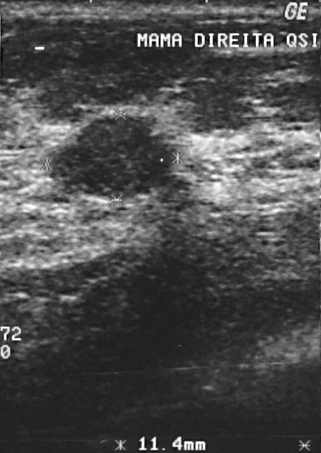
Breast ultrasound image.
The breast lesion is assessed as BI-RADS 3.
Pathology confirmed fibrocystic changes.
Biopsy or follow-up result: benign.